Imaging: breast sonogram.
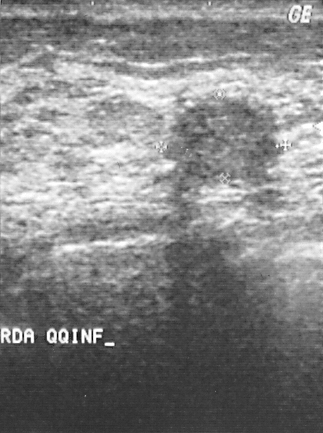
Outcome on biopsy or follow-up: benign.